Imaging: breast ultrasound scan.
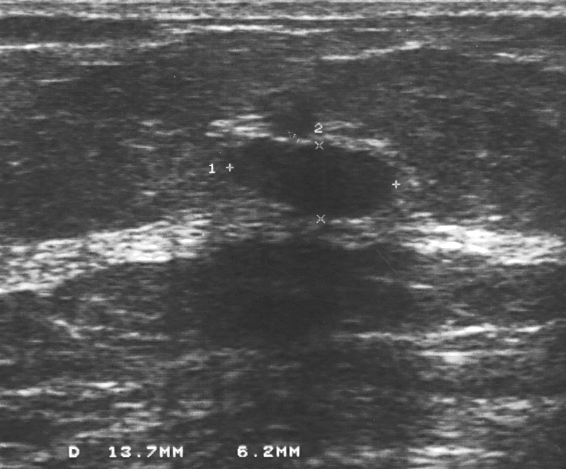
A lesion is seen with biopsy or follow-up result: benign, BI-RADS: 2.